Acquired on U-Systems @10-14MHz. Breast sonogram.
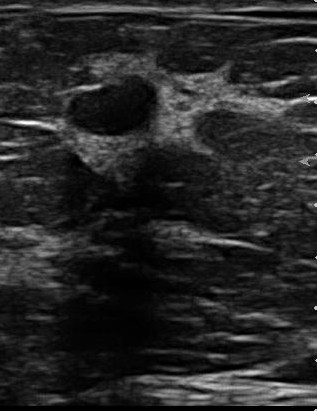
The original reader assigned BI-RADS 2. On a second, independent read, a lesion with a partially regular margin and a clear boundary is seen; it is hypoechoic. There are no calcifications. Pathology confirmed benign fibroadenoma.